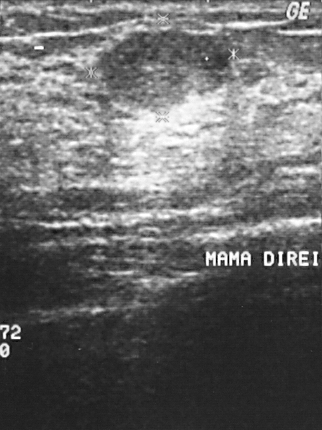
Imaging: breast ultrasound.
Outcome on biopsy or follow-up: benign. (BI-RADS category 2.)